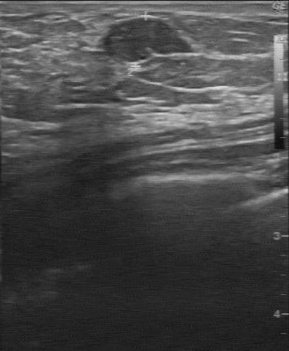
Imaging: breast US. Scanner: GE Logiq 7 @10-14MHz.
- echogenicity: slightly hypoechoic
- lesion margin: regular
- calcifications: none
- boundary: clear